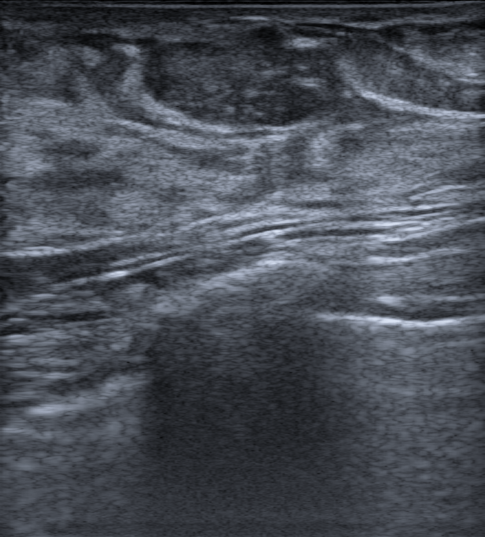
42-year-old patient. Imaging: breast US.
Findings: an oval lesion of heterogeneous echotexture with circumscribed margins. There are no posterior features. There are no calcifications. BI-RADS assessment: 4A; biopsy or follow-up result: benign. Biopsy confirmed fibroadenoma.